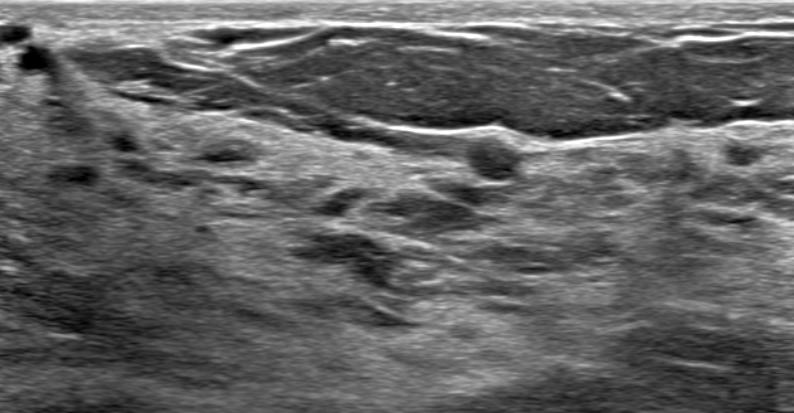
Imaging: B-mode breast ultrasound. Background echotexture is heterogeneous: predominantly fat.
- calcifications: none
- radiologist impression: Cyst filled with thick fluid
- lesion margin: circumscribed
- BI-RADS: 3
- skin thickening: none
- echogenic halo: absent
- lesion shape: round
- posterior acoustic features: none